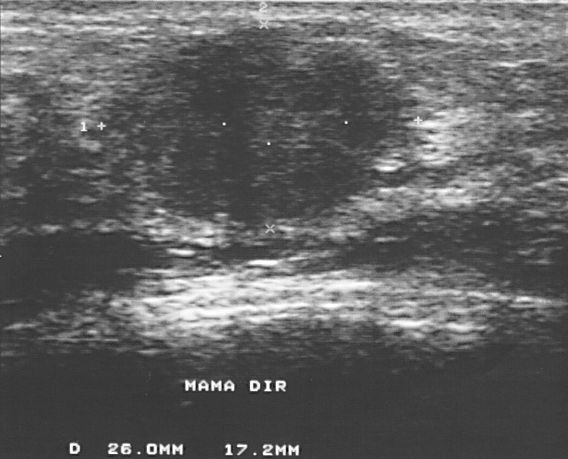
Modality: B-mode breast ultrasound.
(coordinates in a 568x459 pixel frame) Lesion region of interest: top-left (104, 28), bottom-right (403, 225).